Breast sonogram.
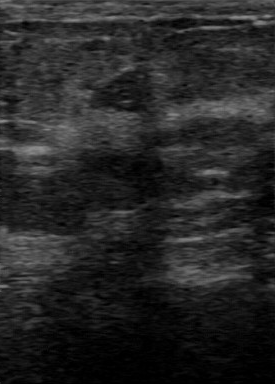
BI-RADS 3 in the original read; on a second read the margin is regular, the boundary fairly clear and the finding hypoechoic. No calcifications are seen. Histopathology: fibroadenoma (benign).